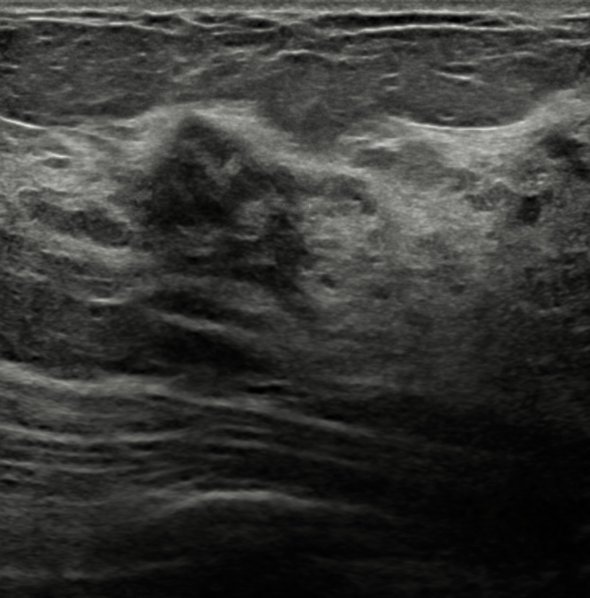
Breast ultrasound image.
Findings: an irregular lesion of heterogeneous echotexture with angular and indistinct margins. There are no posterior features. Echogenic halo: absent. BI-RADS 4C; outcome on biopsy or follow-up: benign. Radiologist's impression: Suspicion of malignancy; Dysplasia. Biopsy result: Benign mammary dysplasia.